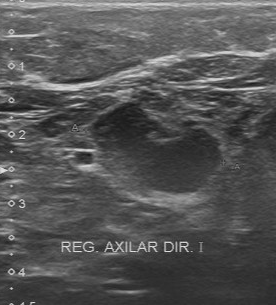
Imaging: B-mode breast ultrasound.
Lesion characteristics:
- original BI-RADS: 4
- independent BI-RADS assessment: 4A